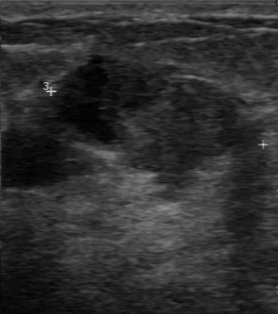
Modality: breast US.
Original-read BI-RADS category: 4. A second, independent read describes the lesion as follows. Margin: partially regular. Boundary: somewhat unclear. The lesion is hypoechoic. There are no calcifications. Biopsy showed fibroadenoma, a benign finding.